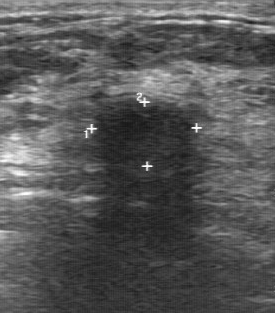
Imaging: breast ultrasound.
BI-RADS (second read): 4B. Pathology: cyst. Lesion margin is partially regular. Boundary: unclear.